Imaging: breast US.
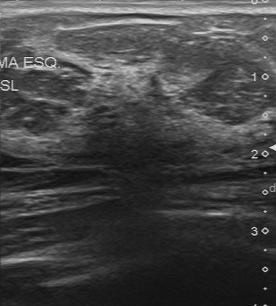
BI-RADS 4 in the original read. On a second read by an independent reader: The margin is irregular. The lesion boundary is unclear. Echo pattern: heterogeneous. There are no calcifications. Histopathology: fibrocystic changes (benign).